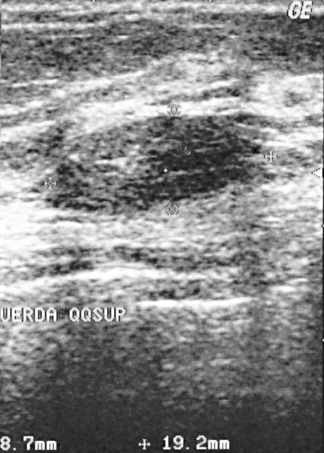
Acquired on GE Logiq 5 @10-12MHz. Imaging: breast ultrasound scan.
BI-RADS assessment: 2.
The lesion is benign on biopsy or follow-up.
Histopathology: fibroadenoma (benign).